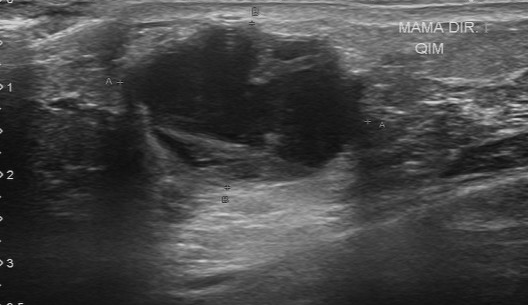
B-mode breast ultrasound.
Outcome on biopsy or follow-up: malignant. (BI-RADS category 4.)